Modality: breast ultrasound image. Scanner: GE Logiq 7 @10-14MHz.
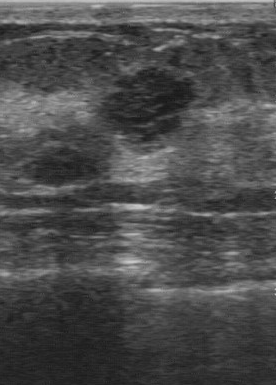
This breast ultrasound image shows a lesion, benign on biopsy or follow-up.